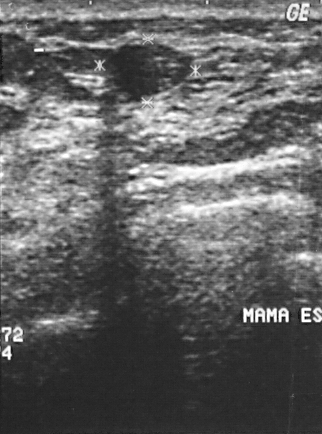
Acquired on GE Logiq 5 @10-12MHz. B-mode breast ultrasound.
Outcome on biopsy or follow-up is benign. BI-RADS assessment is 2.